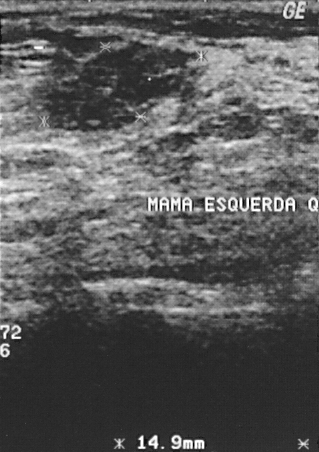
Modality: breast sonogram.
A breast lesion is present on this breast sonogram. It was assessed as BI-RADS 3. Biopsy showed fibroadenoma, a benign finding.